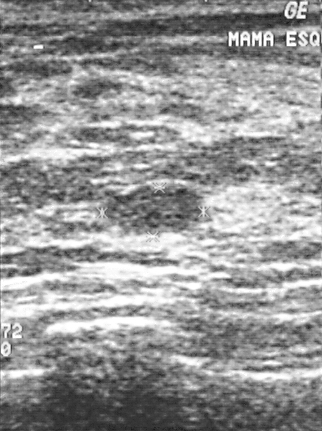
Scanner: GE Logiq 5 @10-12MHz. Modality: breast ultrasound scan.
This breast ultrasound scan shows a breast lesion. It was assessed as BI-RADS 2. Biopsy showed fibroadenoma, a benign finding.